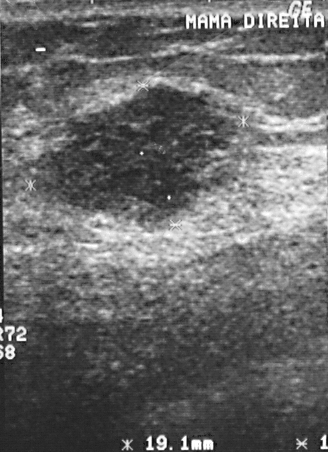
Imaging: B-mode breast ultrasound.
Biopsy or follow-up result: malignant. (BI-RADS category 4.)